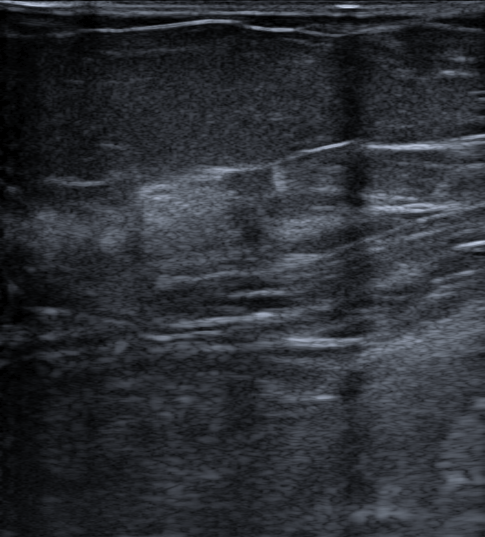
Breast ultrasound.
An irregular, hypoechoic mass with margins that are not circumscribed (indistinct) is seen. There is posterior acoustic shadowing. An echogenic halo is present. BI-RADS 4C; malignant on biopsy or follow-up. Radiologist's impression: Suspicion of malignancy; Dysplasia. Biopsy result: Invasive carcinoma of no special type (NST); Ductal carcinoma in situ (DCIS).